72-year-old patient. Imaging: breast ultrasound.
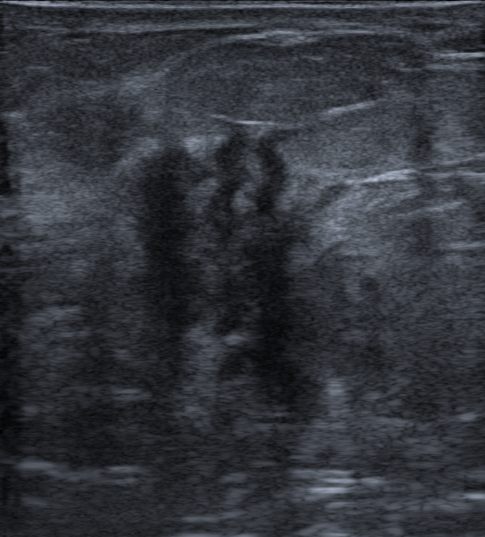
Pixel coordinates (x1, y1, x2, y2): Lesion region of interest: (122, 126) to (387, 421). The breast lesion is malignant on biopsy or follow-up.